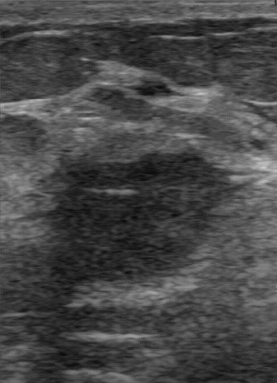
Modality: breast ultrasound. Acquired on GE Logiq 7 @10-14MHz.
- confirmed outcome (biopsy or follow-up): malignant
- calcifications: none
- margin: irregular
- boundary: somewhat unclear
- histopathology: invasive ductal carcinoma
- echo pattern: hypoechoic